Modality: breast ultrasound image.
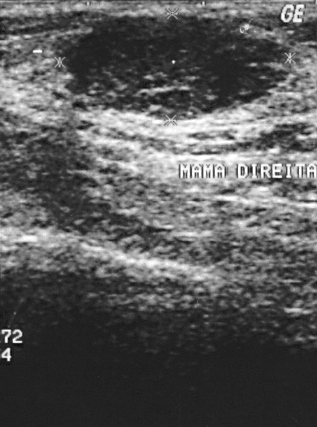
(coordinates in a 317x427 pixel frame) The breast lesion occupies approximately [66, 17, 286, 119]. The breast lesion is benign on biopsy or follow-up.